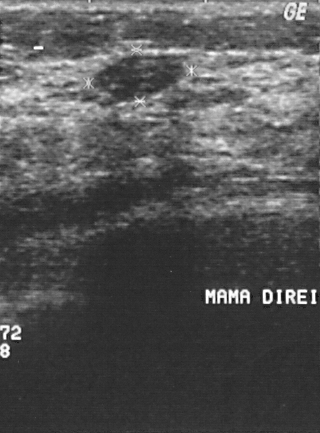
Modality: B-mode breast ultrasound.
A finding is present on this B-mode breast ultrasound. Assessment: BI-RADS 2. Biopsy showed fibroadenoma, a benign finding.